Modality: B-mode breast ultrasound. 46-year-old patient. Background tissue composition: heterogeneous: predominantly fibroglandular.
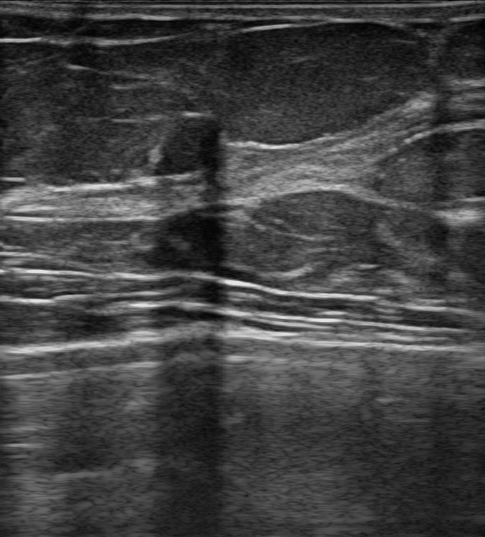
Coordinates are pixels in the 485x537 image. The mass occupies approximately top-left (151, 110), bottom-right (223, 175). The mass is benign on biopsy or follow-up.